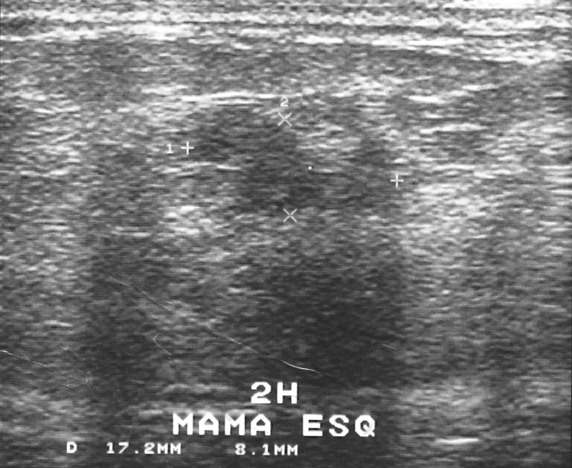
Imaging: breast sonogram. Scanner: GE Logiq 5 @10-12MHz.
Biopsy showed invasive ductal carcinoma. BI-RADS assessment: 4. Biopsy or follow-up result: malignant.